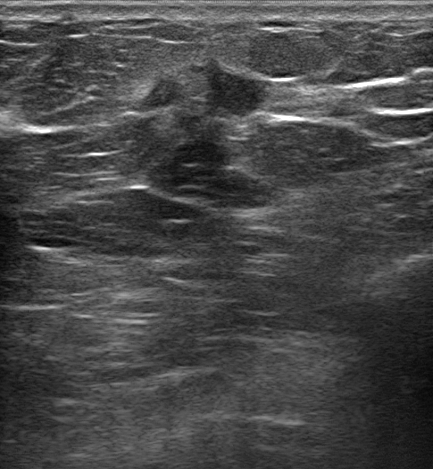
Modality: B-mode breast ultrasound. 41-year-old patient.
The mass is irregular and heterogeneous; its margin is not circumscribed (angular and indistinct). There is posterior shadowing. An echogenic halo is present. The mass is categorized as BI-RADS 5; on biopsy or follow-up it was malignant. Differential on reading: Suspicion of malignancy; Fibroadenoma; Intraductal papilloma.